B-mode breast ultrasound.
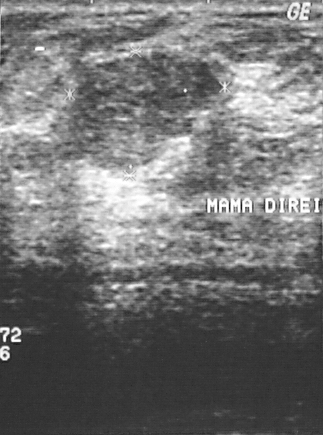
Biopsy or follow-up result: benign. (BI-RADS category 3.)